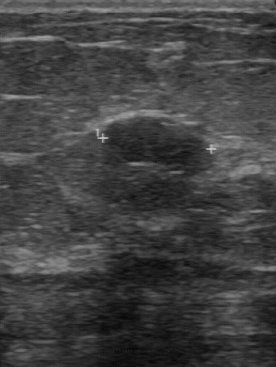
Imaging: breast ultrasound image. Acquired on GE Logiq 7 @10-14MHz.
Finding: breast lesion, benign on biopsy or follow-up.